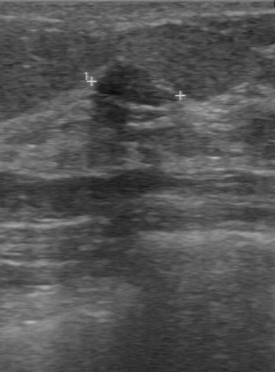
Breast US.
Pixel coordinates (x1, y1, x2, y2): The lesion is located within the bounding box 96 61 180 108. The lesion is benign on biopsy or follow-up. BI-RADS 3.